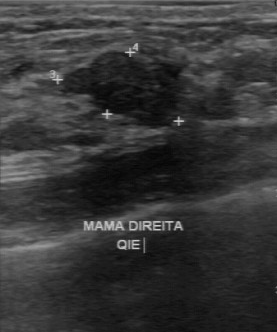
Breast ultrasound scan.
Coordinates are pixels in the 277x332 image. Segment the finding: bounding box 66 50 180 124. The finding is benign on biopsy or follow-up. BI-RADS 3.